B-mode breast ultrasound.
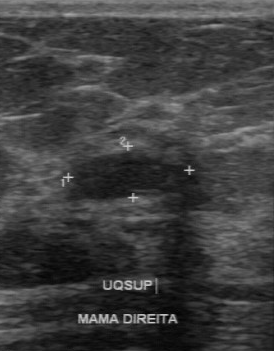
Lesion characteristics:
- BI-RADS: 3